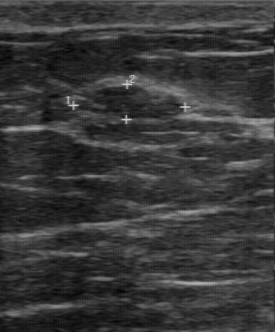
Modality: breast ultrasound. Acquired on GE Logiq 7 @10-14MHz.
The mass demonstrates regular margin, second-reader BI-RADS: 3, hypoechoic echo pattern, calcifications: absent, clear lesion boundary.